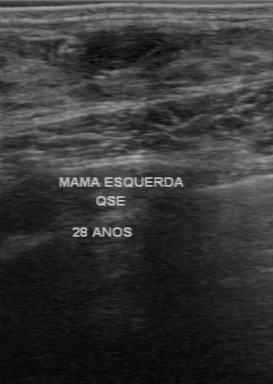
Imaging: breast US.
A mass is seen with second-reader BI-RADS: 3, biopsy or follow-up result: benign.